Imaging: breast US.
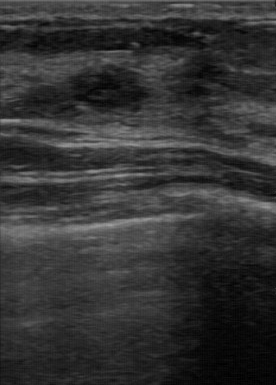
Echo pattern: hypoechoic. There are no calcifications. Lesion margin is partially regular. The confirmed outcome (biopsy or follow-up) is benign. The lesion boundary is fairly clear.